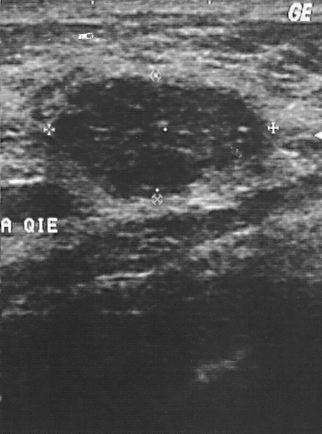
Acquired on GE Logiq 5 @10-12MHz. Breast US.
The breast lesion is benign on biopsy or follow-up. (BI-RADS category 2.)